Imaging: breast ultrasound.
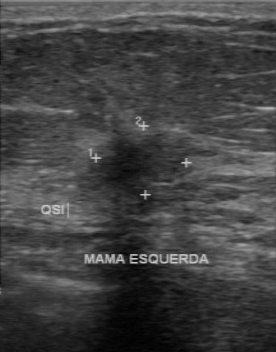
FINDINGS: Boundary: unclear. Contour: irregular. Echo pattern: hypoechoic. Calcifications: none.